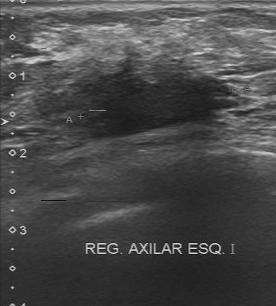
Breast ultrasound.
Lesion characteristics:
- echogenicity: hypoechoic
- calcifications: none
- contour: irregular
- outcome on biopsy or follow-up: malignant
- lesion boundary: unclear